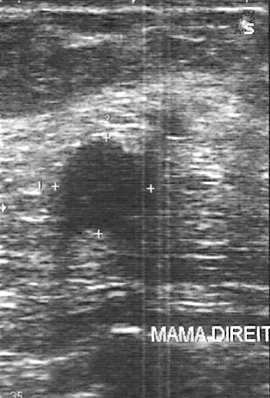
Imaging: breast ultrasound. Acquired on GE Logiq 5 @10-12MHz.
The finding is assessed as BI-RADS 4. The finding is benign on biopsy or follow-up. Pathology confirmed fibroadenoma.